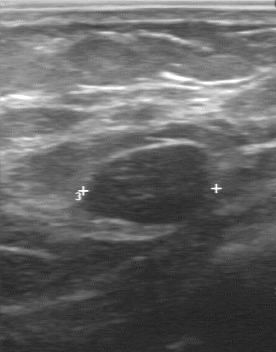
Modality: breast ultrasound.
Outcome on biopsy or follow-up: benign. BI-RADS 3.